Breast ultrasound scan.
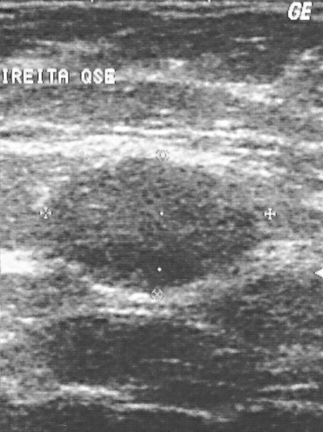
Breast ultrasound scan findings:
- outcome on biopsy or follow-up: benign
- BI-RADS category: 2